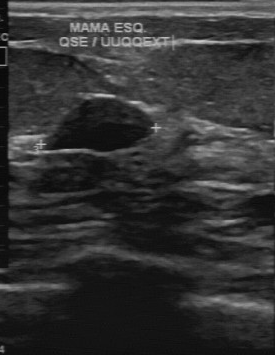
Imaging: breast ultrasound scan.
BI-RADS 3 in the original read. On a second, independent read, a mass with a regular margin and a clear boundary is seen; it is hypoechoic. Pathology confirmed benign fibroadenoma.